Breast US.
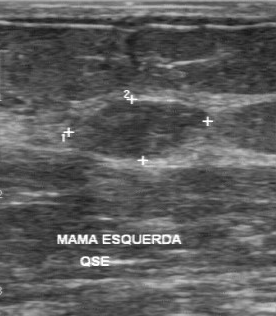
Biopsy or follow-up result: benign. (BI-RADS category 3.)